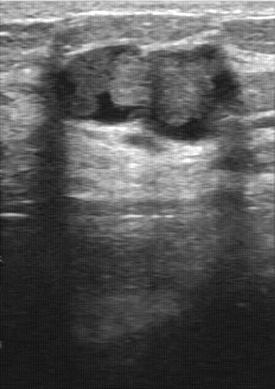
Scanner: GE Logiq 7 @10-14MHz. Modality: B-mode breast ultrasound.
Boundary: somewhat unclear. The second-reader BI-RADS is 4A. Echo pattern is mixed cystic and solid. No calcifications are seen. The lesion margin is partially regular.